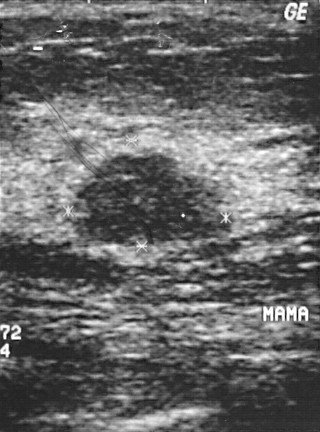
Modality: breast ultrasound scan.
Outcome on biopsy or follow-up: benign.
Assigned BI-RADS 3.
Biopsy showed intraductal papilloma.